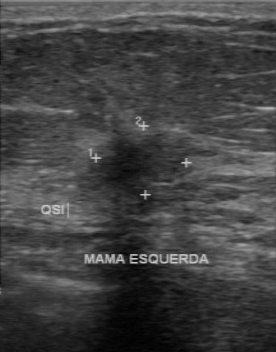
Breast sonogram.
The biopsy result is invasive ductal carcinoma. The BI-RADS on independent re-read is 4B. The lesion boundary is unclear. The original BI-RADS is 4.